Breast ultrasound scan.
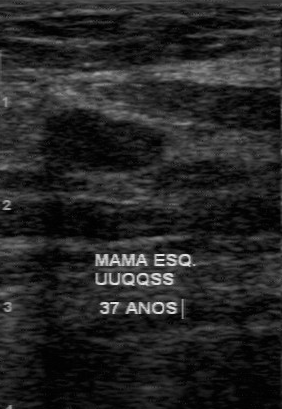
Outcome on biopsy or follow-up: benign. BI-RADS category: 3.